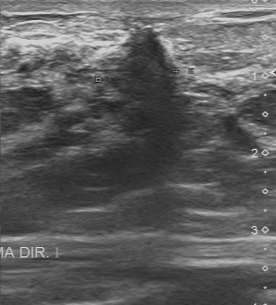
Modality: breast ultrasound scan.
The mass was categorized BI-RADS 4 in the original read. Findings on the second read (an independent reader): a hypoechoic mass, margin irregular, boundary unclear. Histopathology: invasive lobular carcinoma (malignant).